Background echotexture is homogeneous: fat. Modality: breast ultrasound scan.
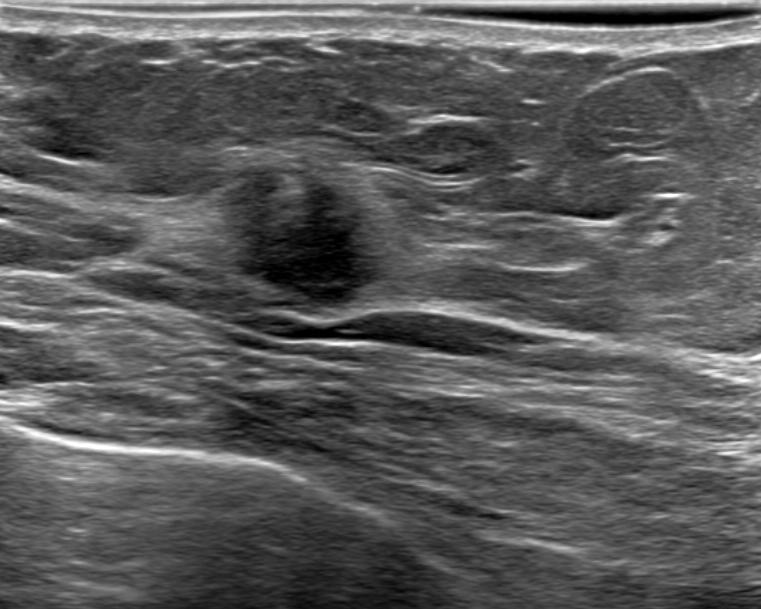
This breast ultrasound scan shows a finding, malignant on biopsy or follow-up.